Modality: breast ultrasound image. Acquired on GE Logiq 5 @10-12MHz.
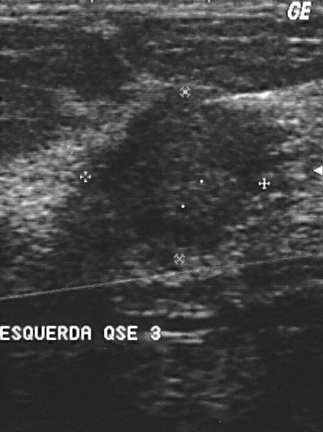
Pixel coordinates (x1, y1, x2, y2): Mass bounding box: 88 86 301 263. BI-RADS 4.